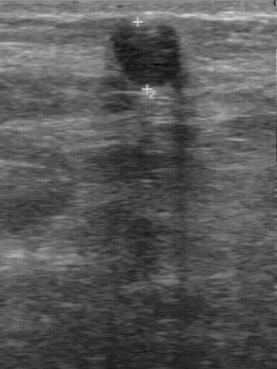
Breast ultrasound.
The lesion demonstrates hypoechoic echo pattern, BI-RADS (second read): 3, regular contour, fairly clear boundary.